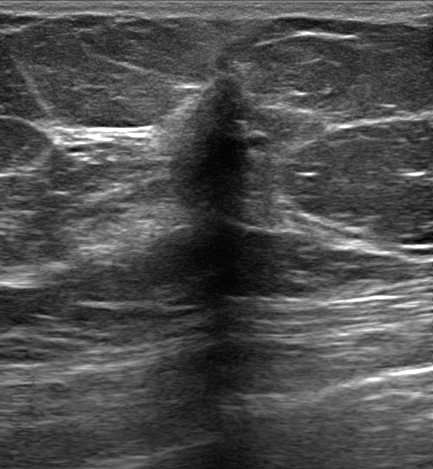
B-mode breast ultrasound.
FINDINGS: Skin thickening: absent. Biopsy or follow-up result: malignant. Borders: not circumscribed - indistinct. Shape: irregular. Radiologic interpretation: Suspicion of malignancy; Fibroadenoma; Intraductal papilloma. Pathology: Invasive lobular carcinoma. Calcifications: none. BI-RADS assessment: 5. Echogenicity: hypoechoic. Echogenic halo: present.
OUTCOME ON BIOPSY OR FOLLOW-UP: malignant.